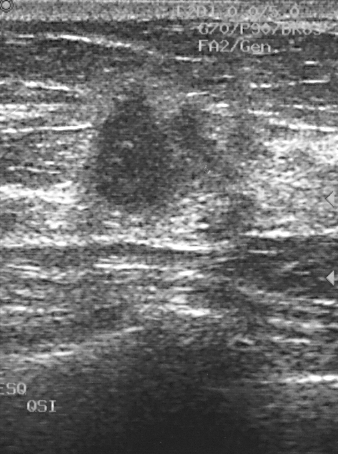
Breast ultrasound scan. Scanner: GE Logiq 5 @10-12MHz.
Finding: mass, malignant on biopsy or follow-up.